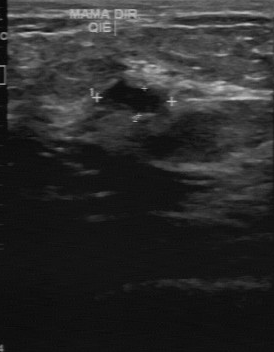
Imaging: B-mode breast ultrasound.
Outcome on biopsy or follow-up: benign. BI-RADS 3.